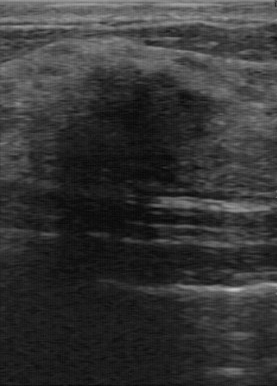
Imaging: breast US.
BI-RADS 4 in the original read. On a second read by an independent reader: The lesion has a partially regular margin. The lesion boundary is somewhat unclear. Internally the lesion is hypoechoic. Calcifications: none. Histopathology: fibrocystic changes (benign).